Imaging: breast ultrasound image. Scanner: GE Logiq 7 @10-14MHz.
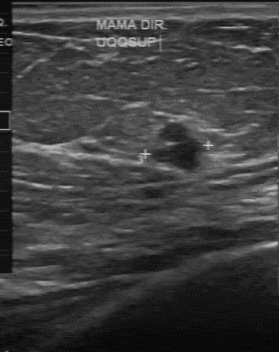
Lesion characteristics:
- lesion margin: partially regular
- calcifications: none
- boundary: fairly clear
- internal echoes: hypoechoic